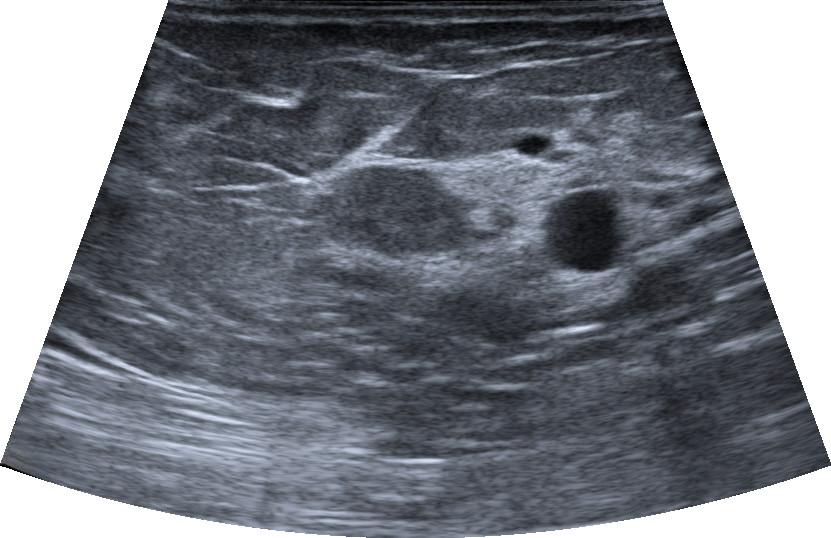
Breast sonogram.
The lesion occupies approximately (292,164)-(483,259). The lesion is benign on biopsy or follow-up.